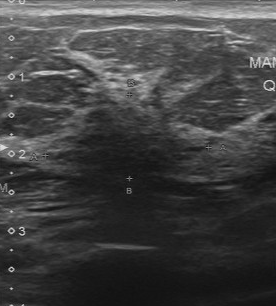
Modality: breast sonogram.
The lesion was categorized BI-RADS 4 in the original read.
On a second read by an independent reader:
Boundary: unclear.
Echo pattern: hypoechoic.
Calcifications: none.
The lesion has an irregular margin.
Biopsy showed fibrocystic changes, a benign finding.